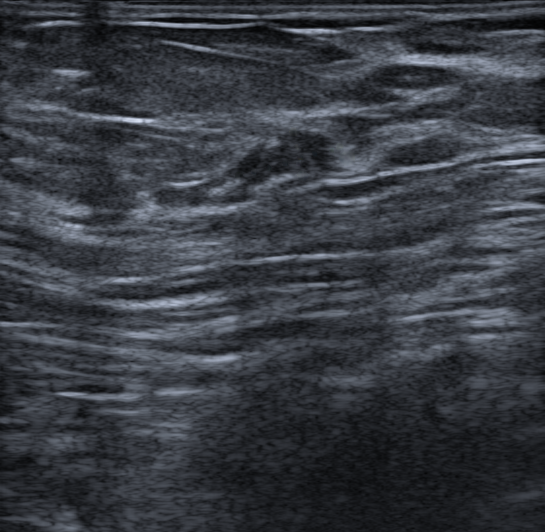
Background echotexture is homogeneous: fat. Breast US.
Findings: an oval lesion of hypoechoic echotexture with a circumscribed margin. There are no posterior features. There is no echogenic halo. BI-RADS assessment: 2; biopsy or follow-up result: benign. Verification: follow-up care.